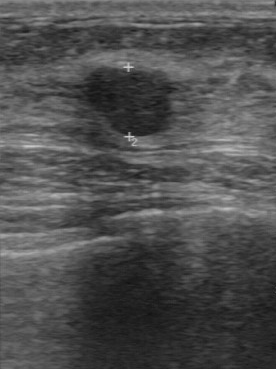
Imaging: breast sonogram.
FINDINGS: Breast sonogram. Original BI-RADS: 3. BI-RADS on independent re-read: 3. Lesion margin: regular. Lesion boundary: clear. Calcifications: absent. Confirmed outcome (biopsy or follow-up): benign. Internal echoes: hypoechoic.